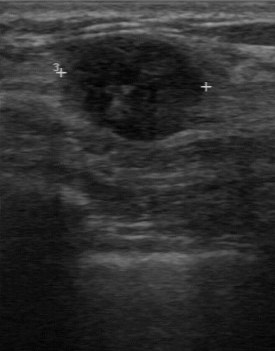
Breast ultrasound scan.
Echogenicity: hypoechoic. Lesion margin: regular. Confirmed outcome (biopsy or follow-up): malignant. Calcifications: none. Lesion boundary: clear.